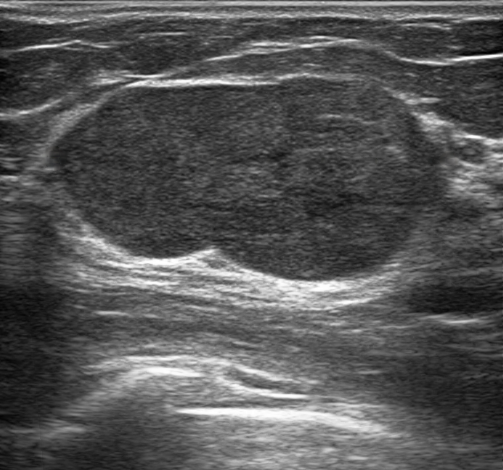
Breast ultrasound.
Breast lesion: benign on biopsy or follow-up.